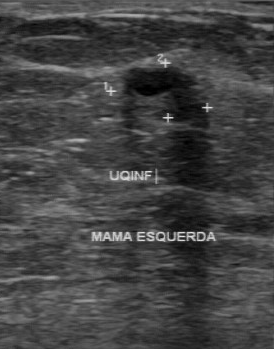
Breast US.
Breast lesion: benign on biopsy or follow-up. (BI-RADS category 4.)